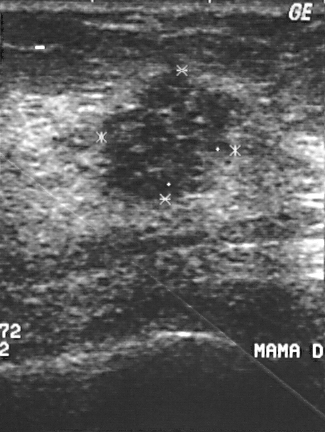
Breast ultrasound image.
A lesion is seen. BI-RADS category 4. Histopathology: invasive ductal carcinoma (malignant).